Modality: breast sonogram.
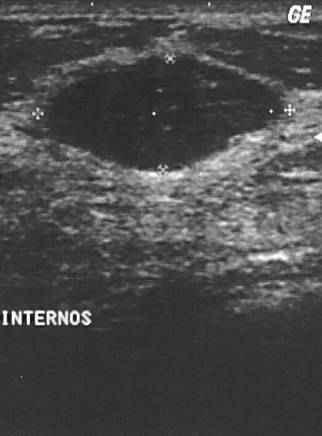
A breast lesion is present on this breast sonogram. Assessment: BI-RADS 2. Pathology confirmed benign fibroadenoma.